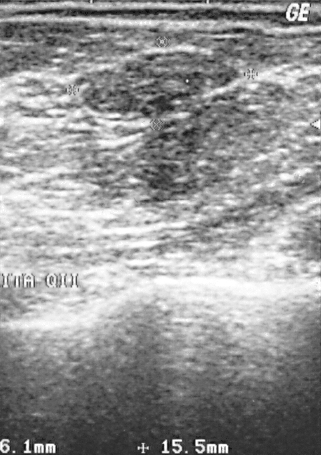
Imaging: B-mode breast ultrasound.
This B-mode breast ultrasound shows a lesion, benign on biopsy or follow-up.